Imaging: breast ultrasound.
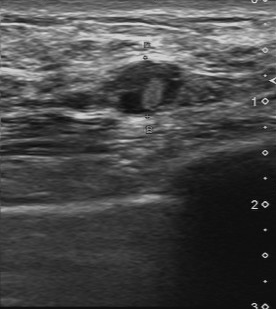
The breast lesion demonstrates pathology: lobular atrophy, BI-RADS category: 4, biopsy or follow-up result: benign.